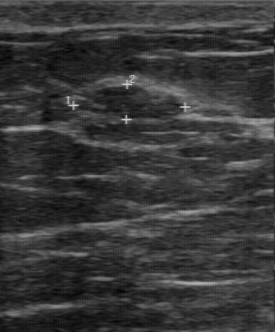
Breast ultrasound. Acquired on GE Logiq 7 @10-14MHz.
Pixel coordinates (x1, y1, x2, y2): Segment the lesion: bounding box 75 85 183 120. BI-RADS 3.